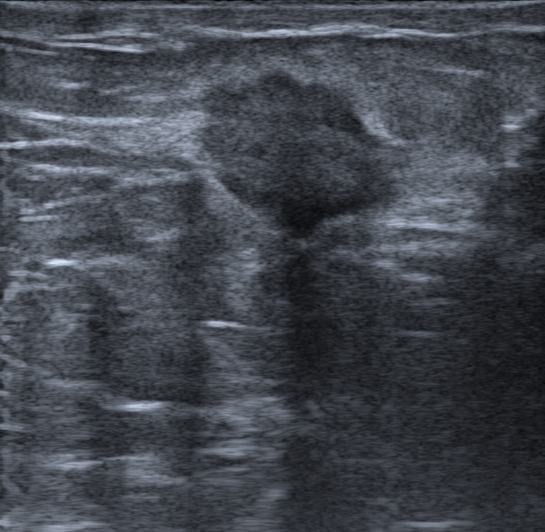
Breast ultrasound.
Finding: breast lesion, malignant on biopsy or follow-up. (BI-RADS category 5.)